Scanner: GE Logiq 7 @10-14MHz. Modality: breast ultrasound scan.
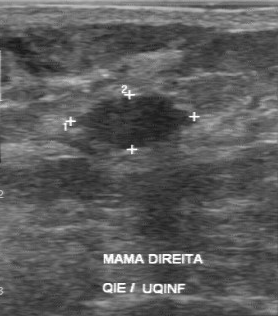
Original BI-RADS is 2. Outcome on biopsy or follow-up is benign. Independent BI-RADS assessment is 3.